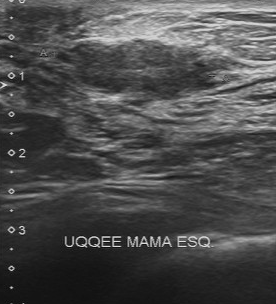
Imaging: breast ultrasound.
FINDINGS: BI-RADS (first reader): 4. Echo pattern: slightly hypoechoic. Second-reader BI-RADS: 3. Boundary: fairly clear. Calcifications: none. Lesion margin: partially regular.